Modality: breast ultrasound image. Acquired on GE Logiq 7 @10-14MHz.
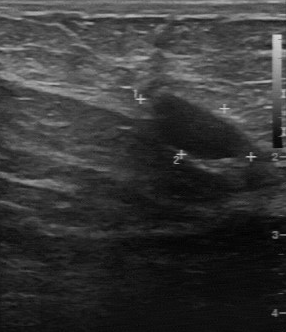
Outcome on biopsy or follow-up: benign.